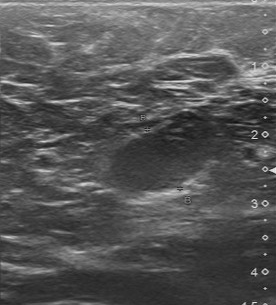
Breast ultrasound scan.
FINDINGS: Breast ultrasound scan. Boundary: clear. Contour: regular. Calcifications: none. Echo pattern: hypoechoic.